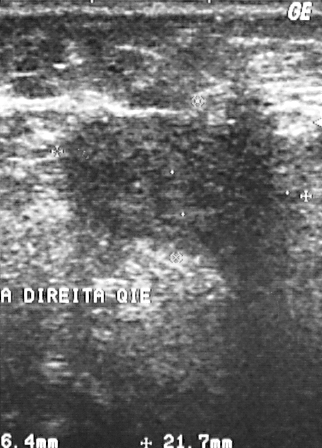
Breast US.
A finding is seen. Assessment: BI-RADS 4. Pathology confirmed malignant invasive ductal carcinoma.